Modality: breast ultrasound. Scanner: GE Logiq 7 @10-14MHz.
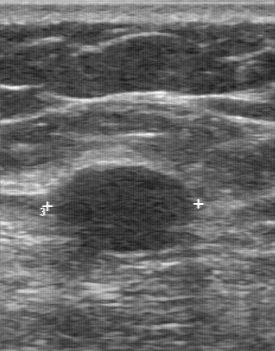
Coordinates are pixels in the 275x351 image. The finding occupies approximately (56, 167) to (194, 247). The finding is benign on biopsy or follow-up.